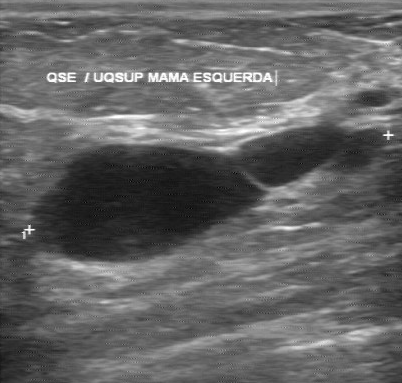
Scanner: GE Logiq 7 @10-14MHz. B-mode breast ultrasound.
The mass was categorized BI-RADS 2 in the original read. Findings on the second read (an independent reader): an anechoic mass, margin regular, boundary clear. There are no calcifications. The biopsy result was cyst; the mass is benign.